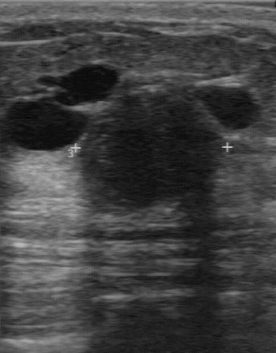
Imaging: breast sonogram. Scanner: GE Logiq 7 @10-14MHz.
BI-RADS 3 in the original read. Descriptors from an independent second read (not the reader who assigned the category): Margin: regular. Internally the mass is hypoechoic. Calcifications: none. The lesion boundary is clear. Histopathology: cyst (benign).